Modality: breast sonogram.
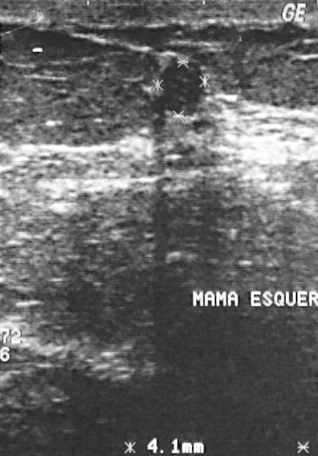
Biopsy or follow-up result: benign.
The biopsy result was fibrocystic changes; the lesion is benign.
BI-RADS assessment: 2.